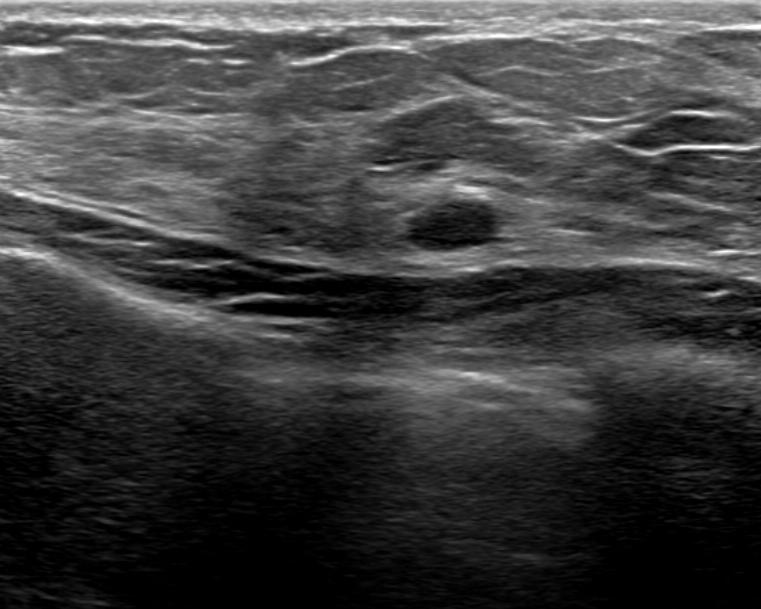
Breast sonogram.
Mass: benign on biopsy or follow-up.